B-mode breast ultrasound. 49-year-old patient.
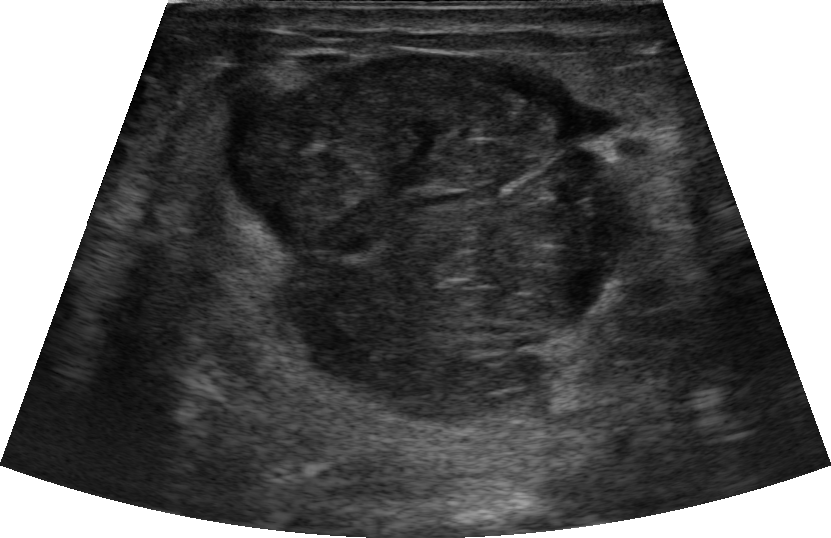
The lesion appears oval. Margin: circumscribed. Echogenicity: hypoechoic. No posterior acoustic features are seen. No echogenic halo is seen. There are no calcifications. There is no skin thickening. Differential on reading: Suspicion of malignancy; Fibroadenoma; Phyllodes tumor. This lesion proved benign on biopsy or follow-up. BI-RADS category 4A.